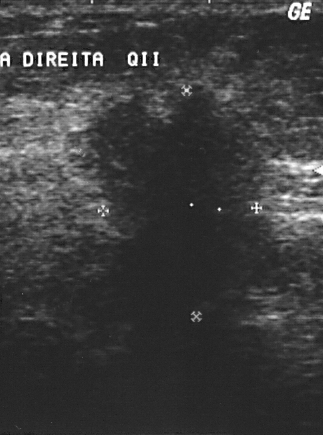
Imaging: breast ultrasound.
Lesion characteristics:
- BI-RADS category: 5
- histopathology: invasive ductal carcinoma